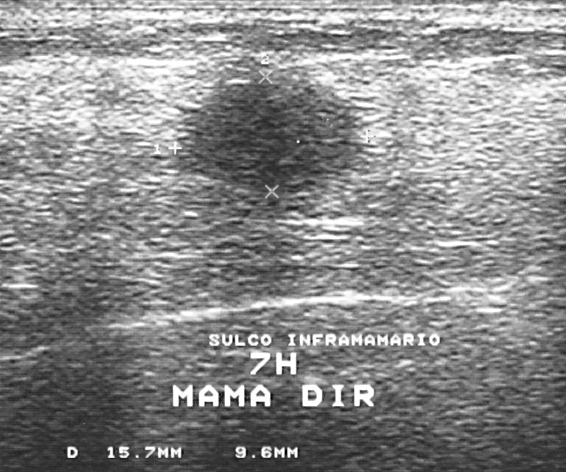
Modality: B-mode breast ultrasound.
Coordinates are pixels in the 566x472 image. The mass occupies approximately [182, 64, 360, 192].